Imaging: breast ultrasound scan.
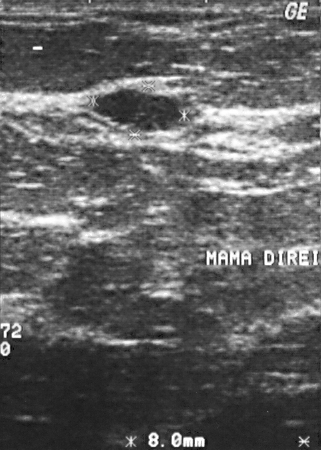
This lesion proved benign on biopsy or follow-up.
BI-RADS category 2.
Histopathology: cyst (benign).